Scanner: GE Logiq 7 @10-14MHz. Breast sonogram.
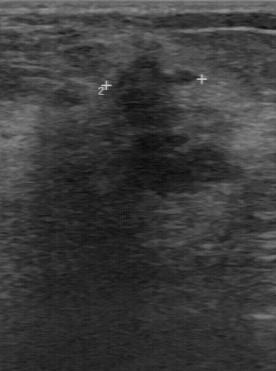
Finding bounding box: (107,44)-(245,197).